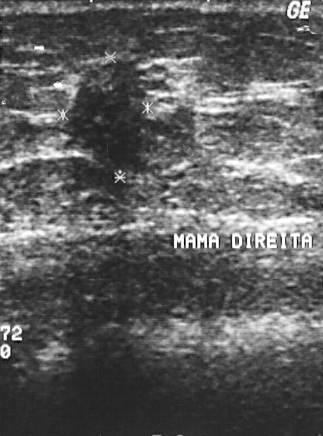
Modality: breast ultrasound scan.
(coordinates in a 323x436 pixel frame) Lesion region of interest: top-left (61, 60), bottom-right (149, 172). The lesion is malignant on biopsy or follow-up. BI-RADS 4.